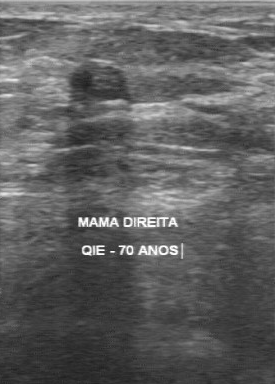
Scanner: GE Logiq 7 @10-14MHz. Imaging: breast US.
Coordinates are pixels in the 275x384 image. Lesion region of interest: x1=70, y1=62, x2=128, y2=99. The lesion is benign on biopsy or follow-up.